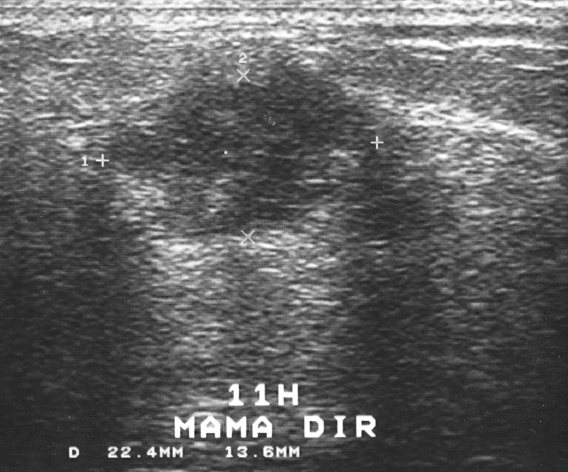
B-mode breast ultrasound.
A lesion is present on this B-mode breast ultrasound. Assessment: BI-RADS 5. Pathology confirmed malignant invasive ductal carcinoma.